Modality: breast ultrasound image.
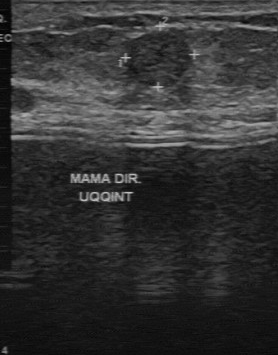
Breast ultrasound image findings:
- outcome on biopsy or follow-up: benign
- internal echoes: slightly hypoechoic
- histopathology: fibroadenoma
- calcifications: none
- margin: regular
- lesion boundary: clear